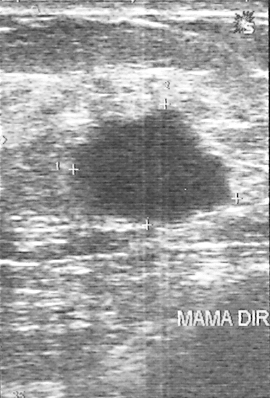
Modality: breast ultrasound.
BI-RADS assessment: 4. Pathology: invasive ductal carcinoma.
OUTCOME ON BIOPSY OR FOLLOW-UP: malignant.